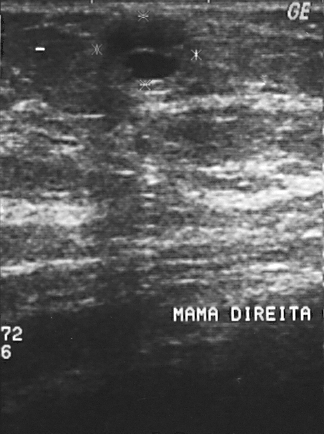
Breast sonogram.
Mass: benign on biopsy or follow-up.